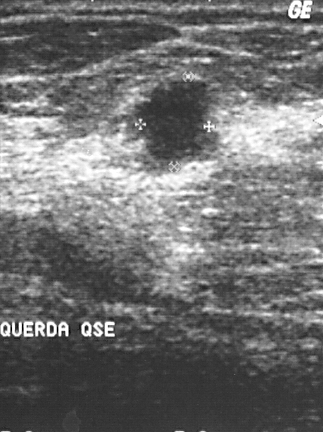
Imaging: breast ultrasound image.
Coordinates are pixels in the 323x432 image. Lesion region of interest: 133 80 213 165.